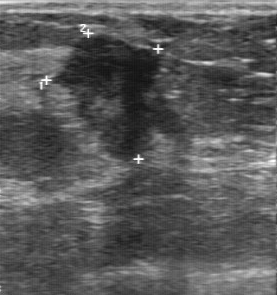
Modality: breast sonogram.
Breast sonogram findings:
- echogenicity: hypoechoic
- pathology: invasive ductal carcinoma
- calcifications: none
- lesion boundary: unclear
- contour: irregular